Scanner: GE Logiq 7 @10-14MHz. Imaging: breast ultrasound image.
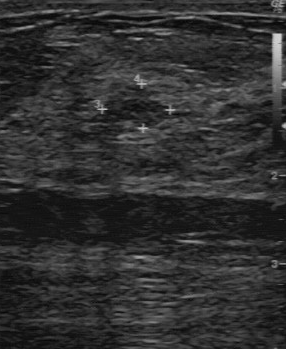
Biopsy or follow-up result: benign. BI-RADS 4.